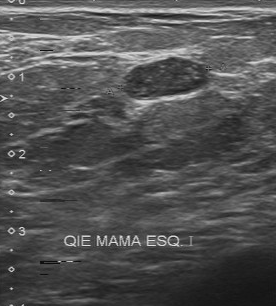
Breast US.
Original-read BI-RADS category: 4. Descriptors from an independent second read (not the reader who assigned the category): The lesion boundary is clear. There are multiple calcifications. The margin is regular. Echo pattern: slightly hypoechoic. The biopsy result was fibroadenoma; the mass is benign.